Imaging: breast ultrasound.
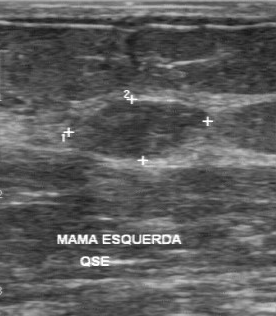
BI-RADS 3 in the original read. On a second read by an independent reader: The mass has a regular margin. Echo pattern: hypoechoic. Boundary: clear. Calcifications: none. Biopsy showed fibroadenoma, a benign finding.